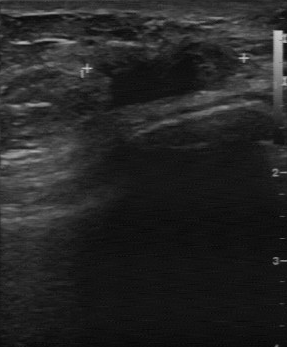
Imaging: breast ultrasound.
BI-RADS 4 in the original read; on a second read the margin is partially regular, the boundary somewhat unclear and the lesion hypoechoic. Histopathology: invasive lobular carcinoma (malignant).